Imaging: breast ultrasound scan. Scanner: GE Logiq 5 @10-12MHz.
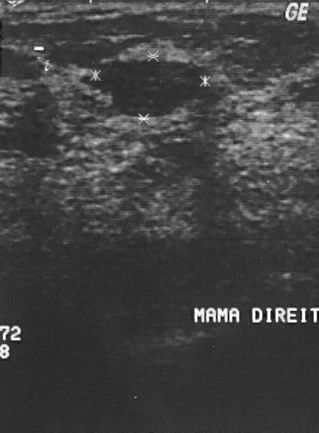
Breast lesion: benign on biopsy or follow-up.